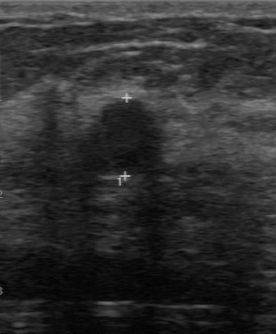
Modality: breast ultrasound.
Internal echoes: hypoechoic. Lesion boundary: somewhat unclear. Margin: partially regular. Calcifications: absent.